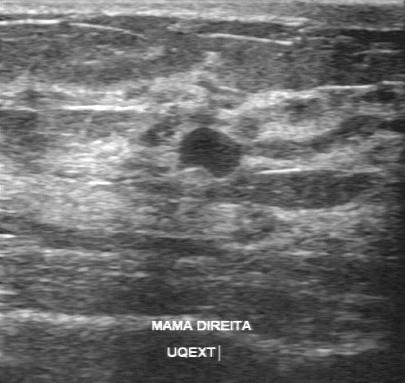
Imaging: breast ultrasound scan.
FINDINGS: Boundary: clear. Calcifications: none. Echogenicity: slightly hypoechoic. Margin: partially regular.
OUTCOME ON BIOPSY OR FOLLOW-UP: benign.